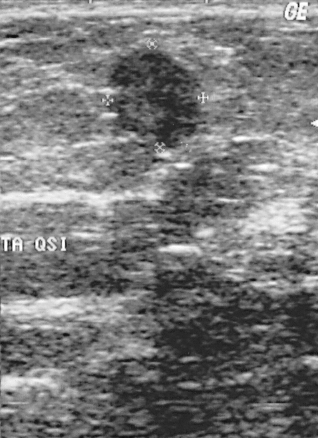
Scanner: GE Logiq 5 @10-12MHz. Modality: breast US.
A lesion is present on this breast US. Assessment: BI-RADS 4. Pathology confirmed benign fibroadenoma.